Acquired on GE Logiq 7 @10-14MHz. Modality: breast US.
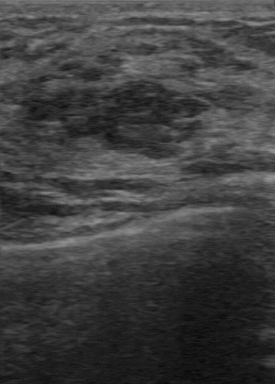
The original reader assigned BI-RADS 4. On a second, independent read, a lesion with a regular margin and a clear boundary is seen; it is hypoechoic. No calcifications are seen. Pathology confirmed benign fibroadenoma.